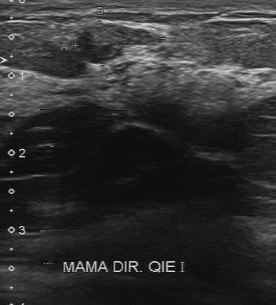
Scanner: Toshiba Aplio 300 @12-14 MHz. Modality: B-mode breast ultrasound.
FINDINGS: B-mode breast ultrasound. Internal echoes: slightly hypoechoic. Calcifications: none. Outcome on biopsy or follow-up: benign. Margin: partially regular. Boundary: fairly clear.
OUTCOME ON BIOPSY OR FOLLOW-UP: benign.